Acquired on GE Logiq 7 @10-14MHz. Imaging: breast ultrasound image.
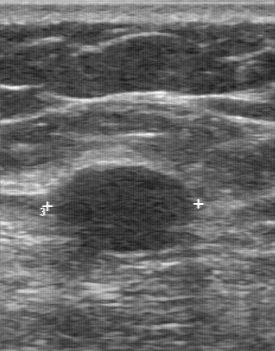
Finding: breast lesion, benign on biopsy or follow-up. (BI-RADS category 2.)